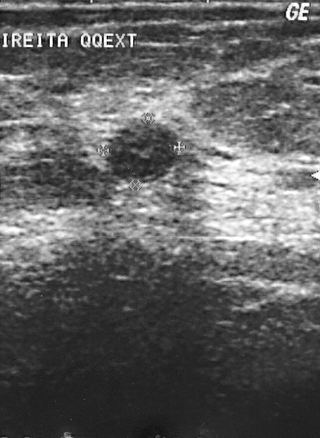
Modality: B-mode breast ultrasound.
This B-mode breast ultrasound shows a finding. It was assessed as BI-RADS 3. Biopsy showed fibroadenoma, a benign finding.